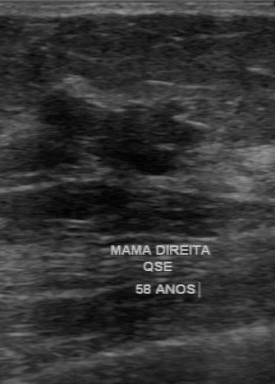
Imaging: B-mode breast ultrasound.
BI-RADS on independent re-read: 4A.
OUTCOME ON BIOPSY OR FOLLOW-UP: benign.